Scanner: GE Logiq 7 @10-14MHz. Modality: breast ultrasound scan.
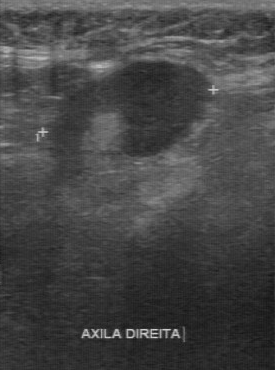
Coordinates are pixels in the 275x370 image. Lesion bounding box: (53, 60) to (215, 157).